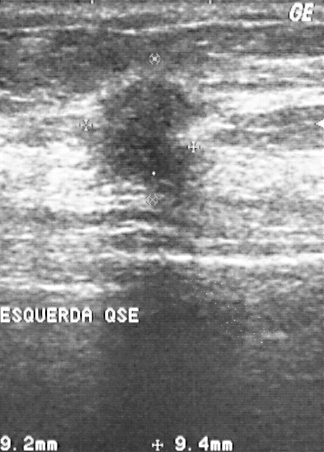
Acquired on GE Logiq 5 @10-12MHz. Imaging: breast sonogram.
The mass is malignant on biopsy or follow-up. (BI-RADS category 4.)